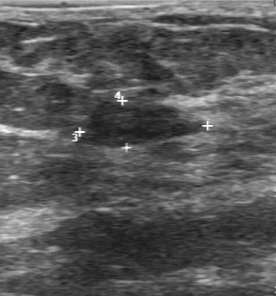
Imaging: breast US.
FINDINGS: Breast US. Calcifications: none. Boundary: fairly clear. Margin: regular. Internal echoes: slightly hypoechoic.